Background echotexture is heterogeneous: predominantly fat. Breast ultrasound image.
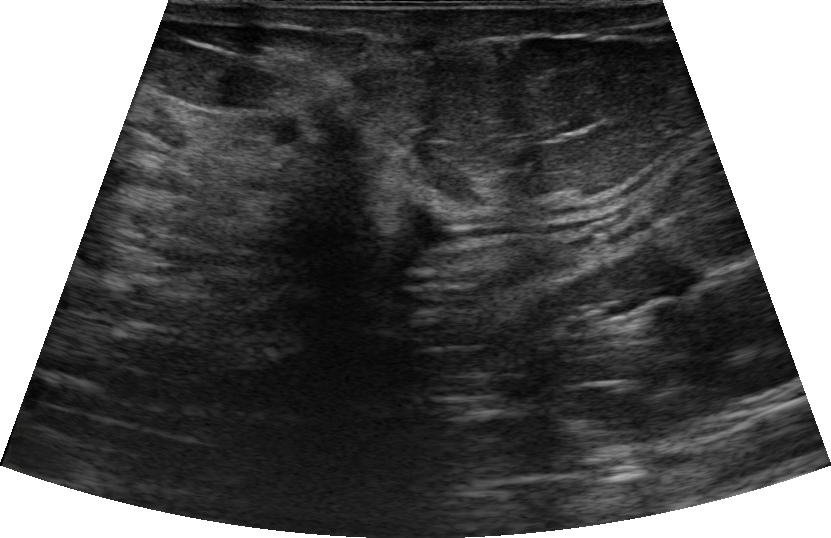
The lesion occupies approximately [260, 92, 433, 311].